Scanner: GE Logiq 5 @10-12MHz. Imaging: breast ultrasound image.
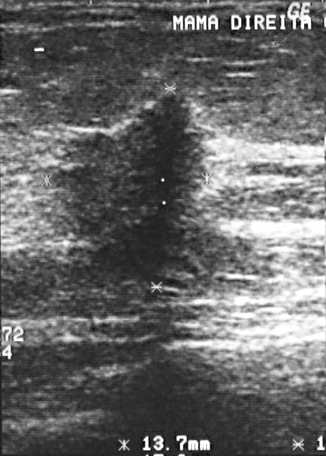
(coordinates in a 326x456 pixel frame) Segment the breast lesion: bounding box top-left (44, 92), bottom-right (211, 288). BI-RADS 5.